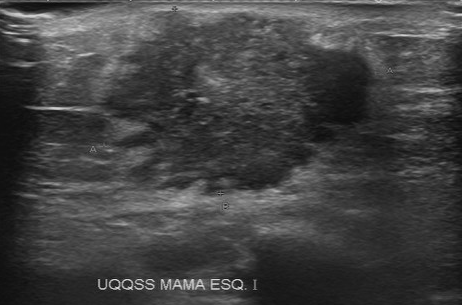
Modality: breast ultrasound. Acquired on Toshiba Aplio 300 @12-14 MHz.
BI-RADS 5 in the original read. Findings on the second read (an independent reader): a slightly hypoechoic lesion, margin irregular, boundary unclear. Calcifications: multiple calcifications. Pathology confirmed malignant invasive ductal carcinoma.